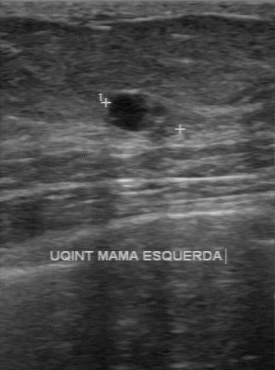
Breast ultrasound. Acquired on GE Logiq 7 @10-14MHz.
Biopsy or follow-up result: benign.